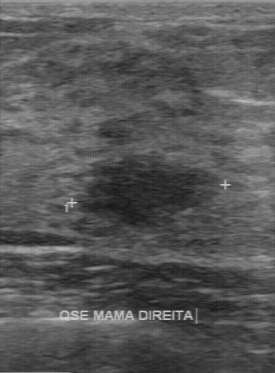
Modality: breast sonogram.
Segment the breast lesion: bounding box top-left (75, 150), bottom-right (224, 228). The breast lesion is benign on biopsy or follow-up.